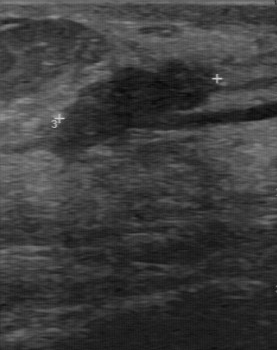
Breast ultrasound scan.
Original-read BI-RADS category: 4. A second reader, independent of the original assessment, describes a hypoechoic mass with a regular margin; the boundary is clear. Histopathology: fibroadenoma (benign).